Modality: breast US. Acquired on GE Logiq 7 @10-14MHz.
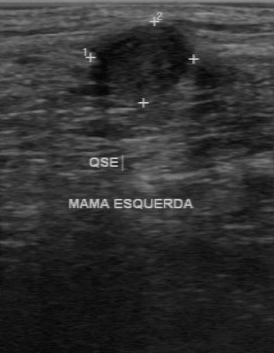
Original-read BI-RADS category: 4. A second reader, independent of the original assessment, describes a slightly hypoechoic mass with a partially regular margin; the boundary is fairly clear. No calcifications are seen. Histopathology: invasive ductal carcinoma (malignant).